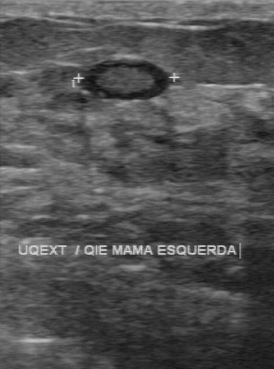
Imaging: B-mode breast ultrasound.
B-mode breast ultrasound findings:
- lesion boundary: clear
- BI-RADS (second read): 3
- calcifications: none
- echo pattern: heterogeneous
- lesion margin: regular